Breast sonogram.
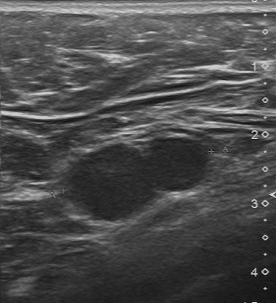
Biopsy or follow-up result: malignant.